Imaging: B-mode breast ultrasound.
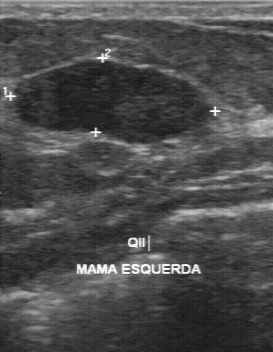
This B-mode breast ultrasound shows a lesion, benign on biopsy or follow-up. BI-RADS 3.